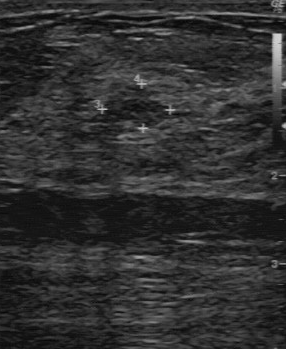
Acquired on GE Logiq 7 @10-14MHz. Modality: breast sonogram.
Lesion characteristics:
- BI-RADS category: 4
- confirmed outcome (biopsy or follow-up): benign
- biopsy result: fibroadenoma